Modality: B-mode breast ultrasound.
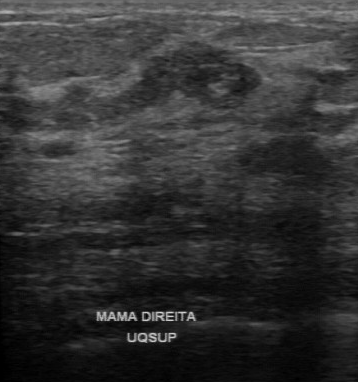
Pixel coordinates (x1, y1, x2, y2): The lesion occupies approximately (136,41)-(265,111).